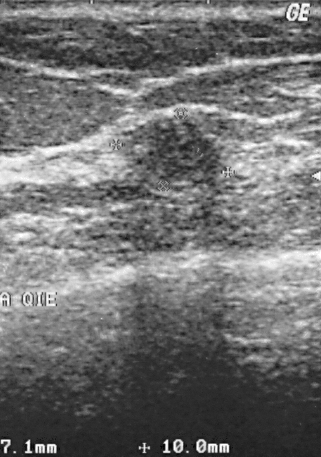
Modality: breast ultrasound scan. Acquired on GE Logiq 5 @10-12MHz.
Outcome on biopsy or follow-up: benign. (BI-RADS category 2.)